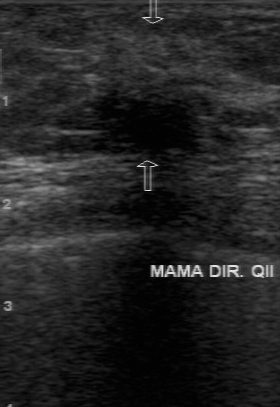
Acquired on GE Logiq 7 @10-14MHz. Imaging: breast ultrasound.
Coordinates are pixels in the 280x407 image. The mass is located within the bounding box (85,35)-(231,151).